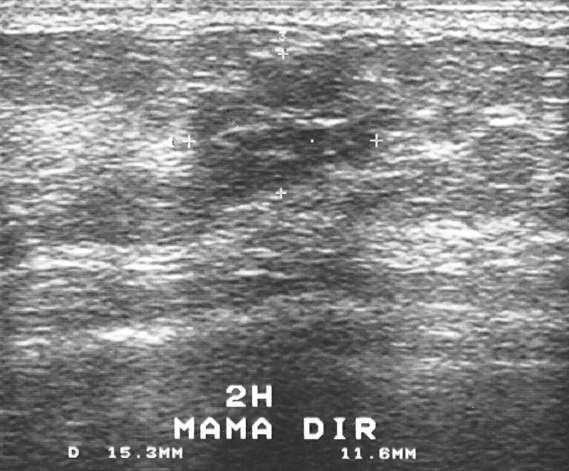
Breast sonogram.
A breast lesion is seen. Assessment: BI-RADS 4. Biopsy showed fibroadenoma, a benign finding.